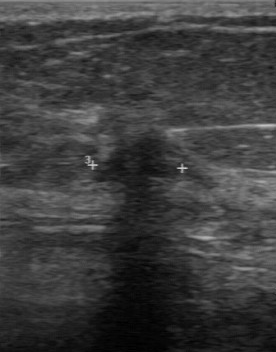
Scanner: GE Logiq 7 @10-14MHz. Imaging: breast US.
Coordinates are pixels in the 276x352 image. Finding bounding box: top-left (94, 129), bottom-right (192, 197). The finding is malignant on biopsy or follow-up.